Acquired on GE Logiq 5 @10-12MHz. Imaging: B-mode breast ultrasound.
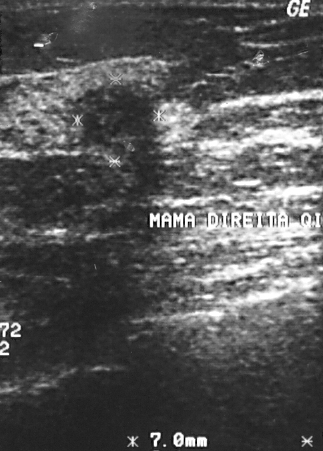
The finding is located within the bounding box x1=68, y1=81, x2=164, y2=164. The finding is malignant on biopsy or follow-up.